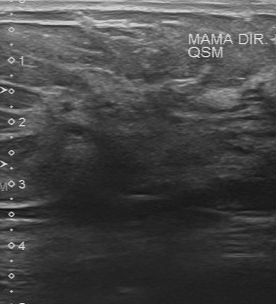
Modality: B-mode breast ultrasound.
Calcifications: absent. BI-RADS (second read): 4B.
OUTCOME ON BIOPSY OR FOLLOW-UP: malignant.